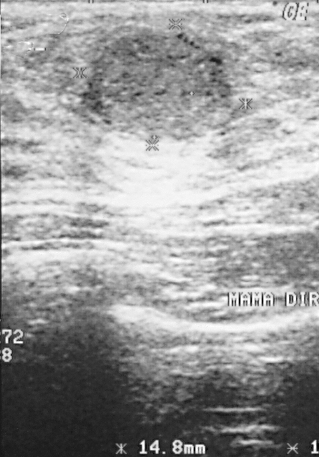
Imaging: breast sonogram.
The biopsy result was fibroadenoma; the mass is benign.
This mass proved benign on biopsy or follow-up.
The mass is assessed as BI-RADS 2.